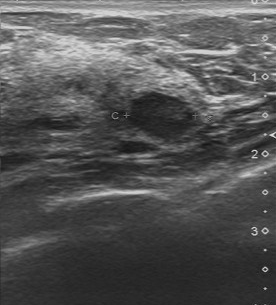
Breast ultrasound. Acquired on Toshiba Aplio 300 @12-14 MHz.
Boundary: clear. Biopsy result: fibrocystic changes. Calcifications: none. Contour: regular. Echogenicity: hypoechoic.
OUTCOME ON BIOPSY OR FOLLOW-UP: benign.